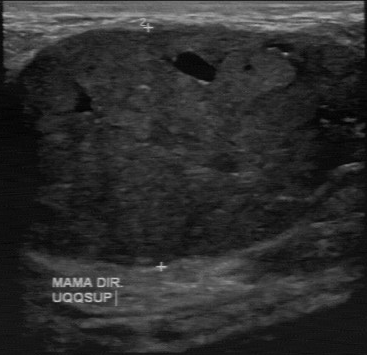
Imaging: breast ultrasound image. Acquired on GE Logiq 7 @10-14MHz.
Finding: lesion, benign on biopsy or follow-up.